Breast US.
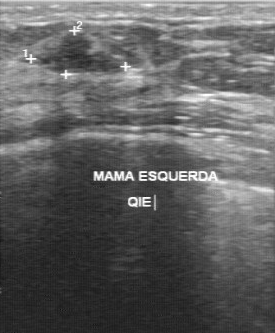
Confirmed outcome (biopsy or follow-up): benign. Margin: regular. Internal echoes: hypoechoic. Lesion boundary: somewhat unclear. Pathology: proliferative lesions. Calcifications: absent.